Background tissue composition: heterogeneous: predominantly fat. Imaging: breast sonogram. Age 78.
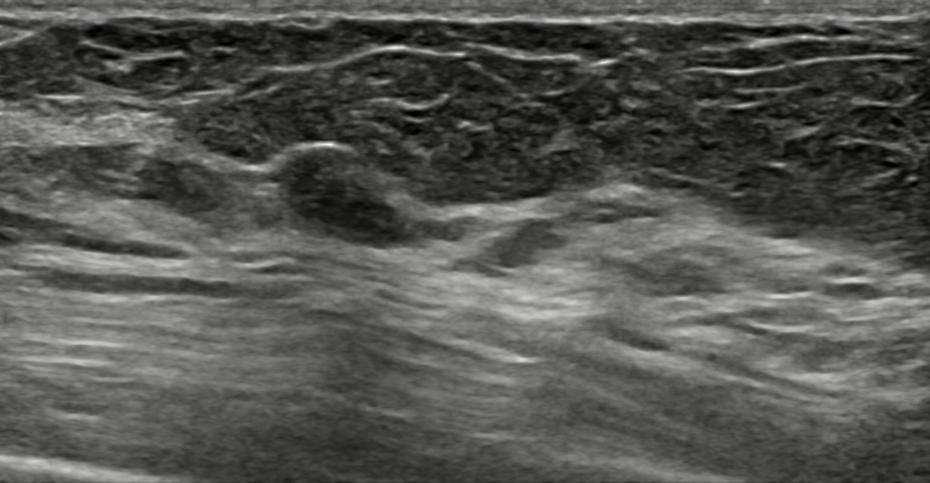
The breast lesion is irregular and isoechoic; its margin is circumscribed. There are no posterior acoustic features. There is no echogenic halo. BI-RADS assessment: 3; biopsy or follow-up result: benign. Differential on reading: Dysplasia; Fibroadenoma.